Scanner: GE Logiq 7 @10-14MHz. Modality: breast US.
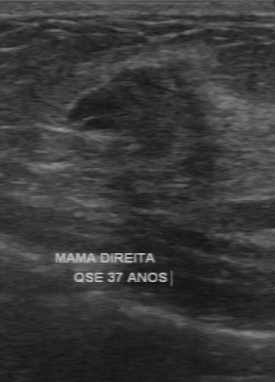
Mass: benign on biopsy or follow-up. BI-RADS 3.